Modality: breast sonogram.
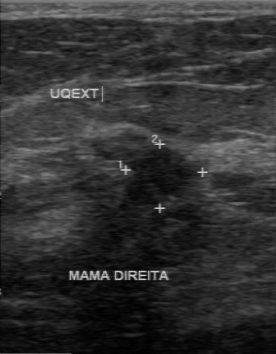
No calcifications are seen. Lesion boundary is somewhat unclear. The BI-RADS on independent re-read is 4B.